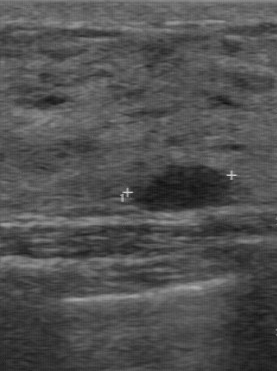
Breast ultrasound image. Acquired on GE Logiq 7 @10-14MHz.
Biopsy or follow-up result: benign. (BI-RADS category 3.)